Imaging: breast ultrasound image.
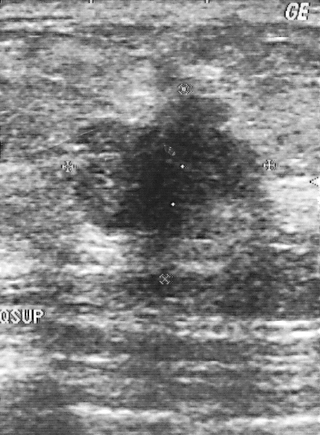
Biopsy or follow-up result: malignant.